Imaging: B-mode breast ultrasound.
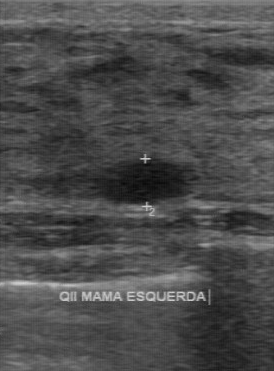
The mass demonstrates original BI-RADS: 3, independent BI-RADS assessment: 3, biopsy or follow-up result: benign.